Breast ultrasound image.
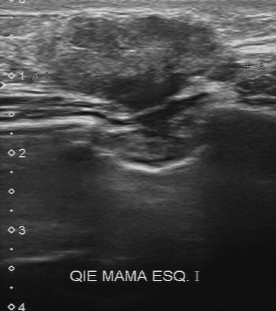
Calcifications: none. Margin: partially regular. Boundary: somewhat unclear. Echo pattern: heterogeneous.